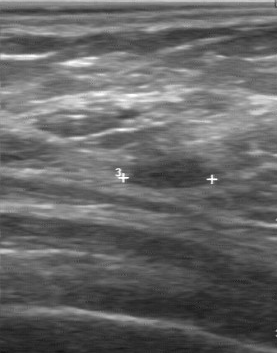
Scanner: GE Logiq 7 @10-14MHz. Imaging: breast US.
Original-read BI-RADS category: 2. On a second, independent read, a finding with a regular margin and a clear boundary is seen; it is hypoechoic. Calcifications: none. The biopsy result was lipoma; the finding is benign.